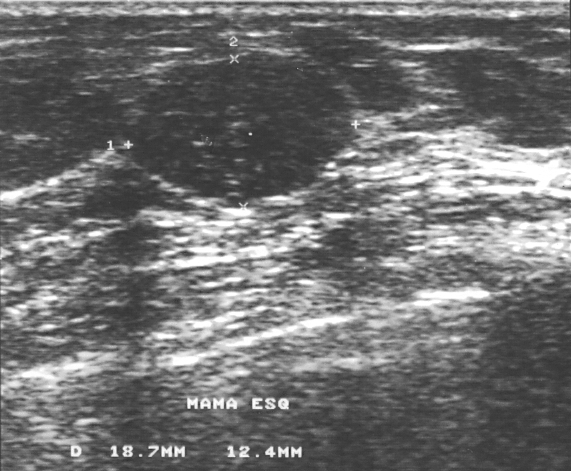
Breast ultrasound.
Outcome on biopsy or follow-up: benign.